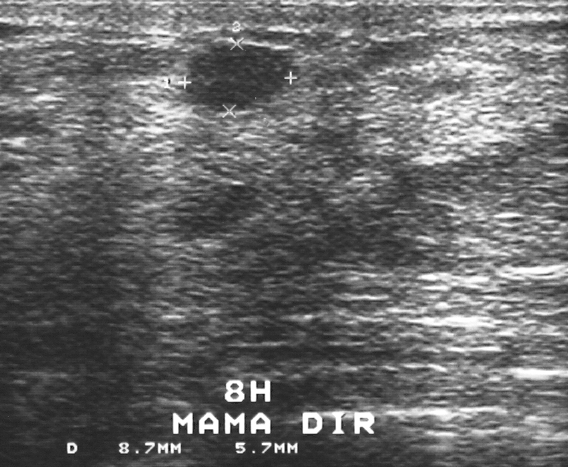
Modality: breast sonogram.
This breast sonogram shows a mass. It was assessed as BI-RADS 2. Pathology confirmed benign fibroadenoma.